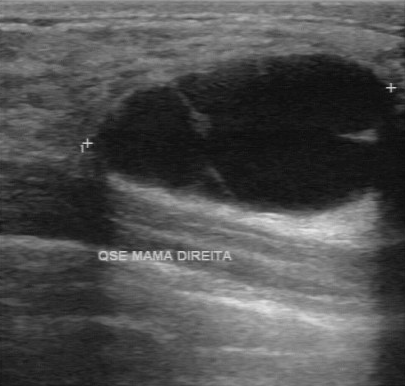
Modality: B-mode breast ultrasound.
The breast lesion was assessed as BI-RADS 2 by the original reader. On a second, independent read, a breast lesion with a regular margin and a clear boundary is seen; it is anechoic. Biopsy showed cyst, a benign finding.